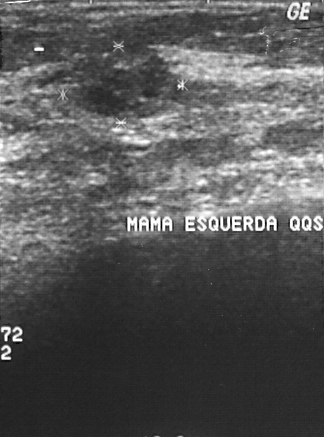
Breast ultrasound scan.
BI-RADS assessment: 2. This mass proved malignant on biopsy or follow-up. The biopsy result was mucinous carcinoma.